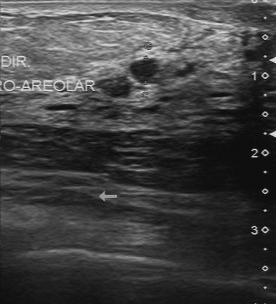
Imaging: breast sonogram. Acquired on Toshiba Aplio 300 @12-14 MHz.
Internal echoes: hypoechoic. No calcifications are seen. The lesion boundary is clear. Pathology: cyst. Contour is regular.